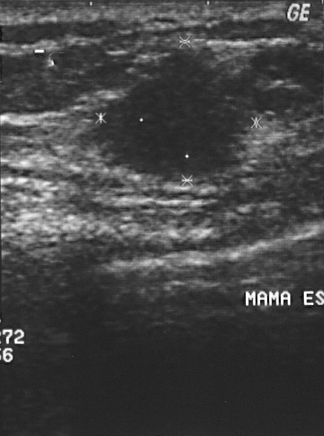
Breast ultrasound.
The biopsy result was invasive ductal carcinoma. This breast lesion proved malignant on biopsy or follow-up. BI-RADS assessment: 4.